Imaging: breast ultrasound image.
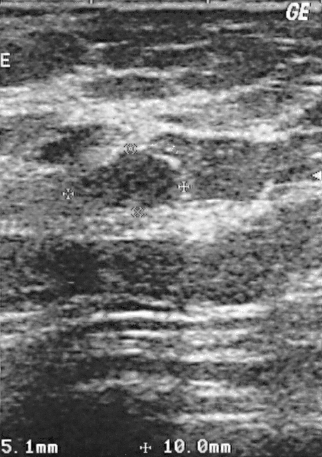
The finding is benign on biopsy or follow-up.